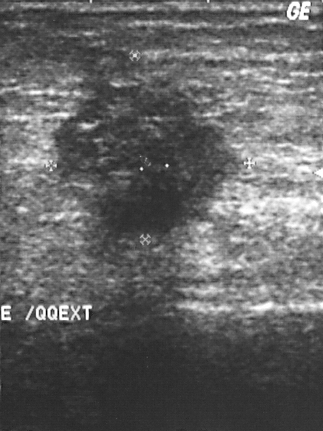
Breast ultrasound scan.
BI-RADS assessment: 5. Histopathology: invasive ductal carcinoma (malignant).